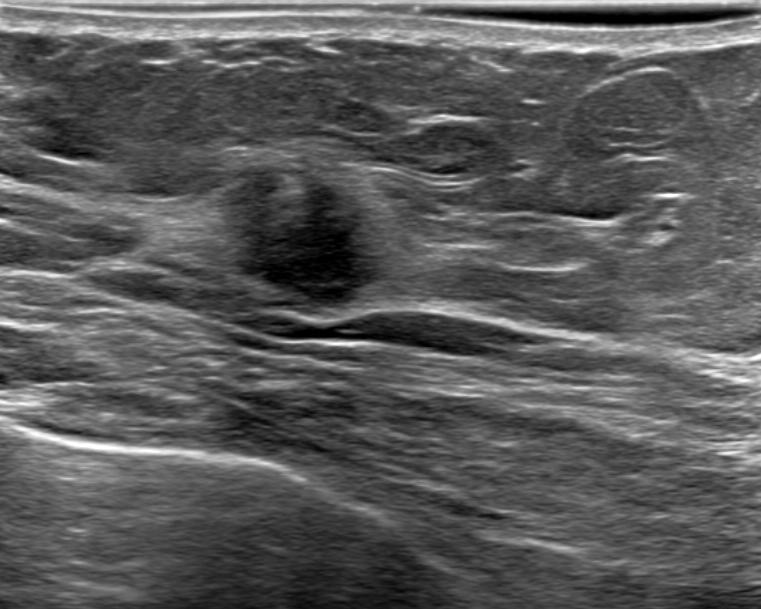
Imaging: breast ultrasound image.
Mass bounding box: top-left (212, 162), bottom-right (383, 314). The mass is malignant on biopsy or follow-up. BI-RADS 4C.